Background tissue composition: heterogeneous: predominantly fat. B-mode breast ultrasound.
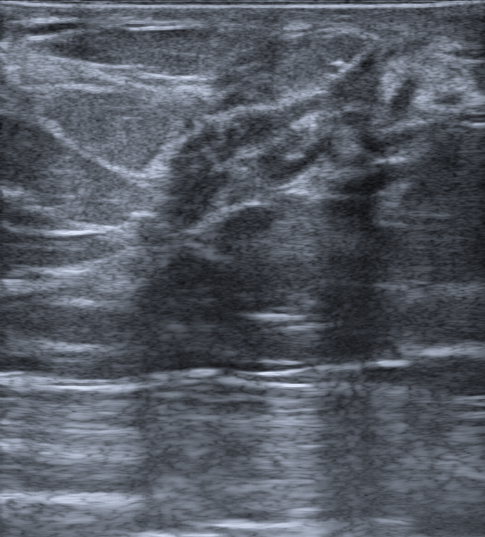
B-mode breast ultrasound findings:
- BI-RADS assessment: 4B
- echotexture: heterogeneous
- confirmed outcome (biopsy or follow-up): benign
- shape: irregular
- posterior features: absent
- radiologic interpretation: Suspicion of malignancy; Intraductal papilloma; Mastitis
- borders: not circumscribed - indistinct
- echogenic halo: absent
- verification: confirmed by biopsy